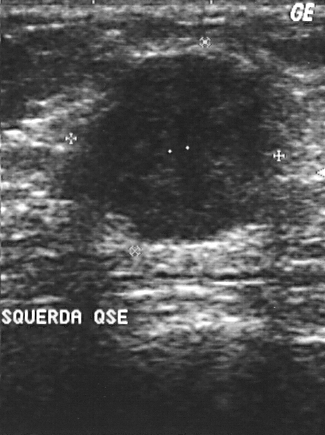
Scanner: GE Logiq 5 @10-12MHz. Modality: breast sonogram.
(coordinates in a 325x435 pixel frame) The lesion occupies approximately 64 55 271 237. BI-RADS 4.